Imaging: B-mode breast ultrasound.
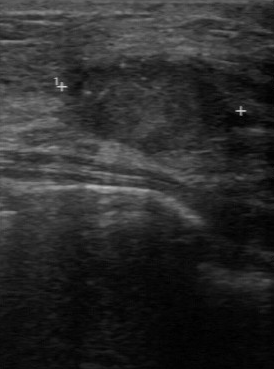
Lesion characteristics:
- lesion boundary: unclear
- echogenicity: hypoechoic
- calcifications: microcalcifications
- outcome on biopsy or follow-up: malignant
- margin: irregular